Patient age: 87. Background tissue composition: heterogeneous: predominantly fat. Imaging: breast ultrasound scan.
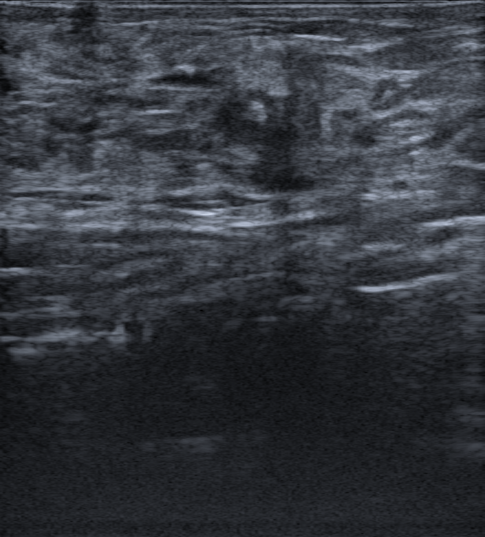
The lesion is irregular and hypoechoic; its margin is not circumscribed (spiculated and indistinct). There are no posterior acoustic features. Calcifications: none. No echogenic halo is seen. BI-RADS assessment: 4C; biopsy or follow-up result: malignant. Biopsy result: Invasive lobular carcinoma.